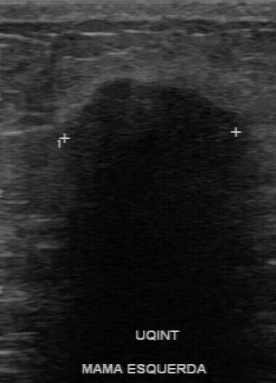
Imaging: breast ultrasound. Scanner: GE Logiq 7 @10-14MHz.
The finding is malignant on biopsy or follow-up. (BI-RADS category 4.)